Modality: breast ultrasound image.
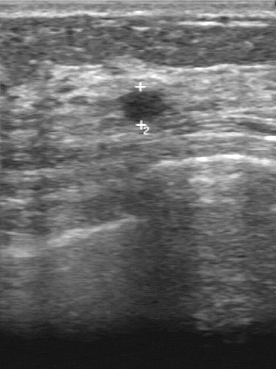
FINDINGS: Breast ultrasound image. Lesion boundary: clear. Margin: regular. Confirmed outcome (biopsy or follow-up): benign. BI-RADS (first reader): 2. Second-reader BI-RADS: 2. Calcifications: absent.
OUTCOME ON BIOPSY OR FOLLOW-UP: benign.